Breast ultrasound image.
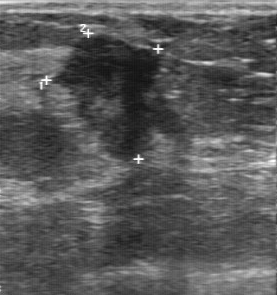
BI-RADS 5 in the original read; on a second read the margin is irregular, the boundary unclear and the lesion hypoechoic. Calcifications: none. Histopathology: invasive ductal carcinoma (malignant).